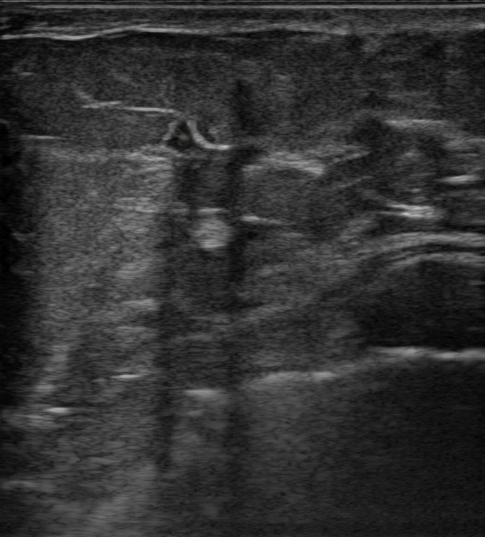
Imaging: breast ultrasound image. Age 43. Background echotexture is heterogeneous: predominantly fibroglandular.
Segment the finding: bounding box (167, 120) to (257, 212). The finding is malignant on biopsy or follow-up.